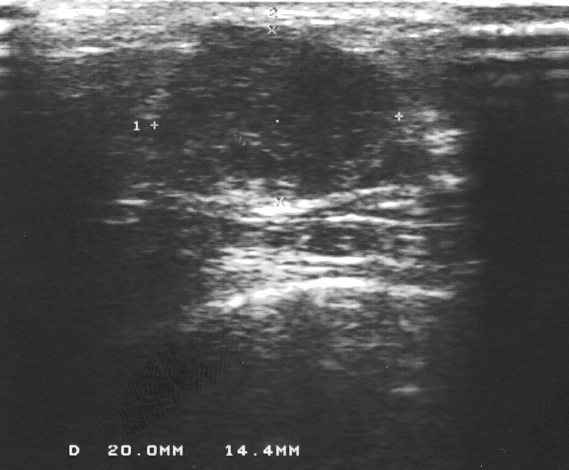
Imaging: breast US.
A mass is seen. Assessment: BI-RADS 4. Histopathology: fibroadenoma (benign).